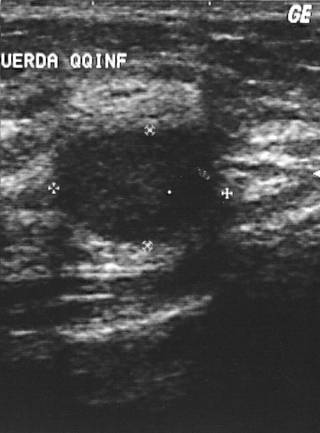
Modality: breast sonogram.
A mass is seen. BI-RADS category 2. The biopsy result was fibroadenoma; the mass is benign.